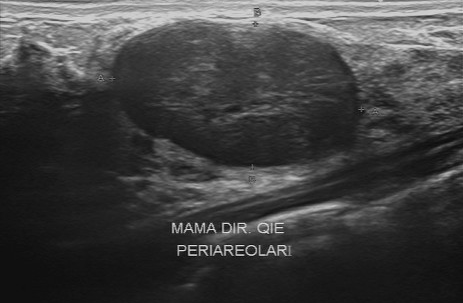
Breast ultrasound image.
Pixel coordinates (x1, y1, x2, y2): Lesion region of interest: (112,20)-(360,166). The lesion is benign on biopsy or follow-up.